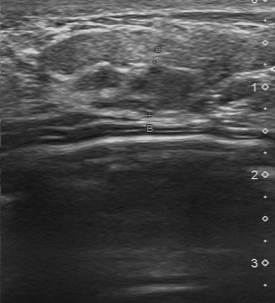
Imaging: breast US.
FINDINGS: Breast US. Calcifications: absent. Lesion boundary: somewhat unclear. Internal echoes: slightly hypoechoic. Pathology: lobular carcinoma in situ. Lesion margin: partially regular. BI-RADS (second read): 3.
OUTCOME ON BIOPSY OR FOLLOW-UP: malignant.